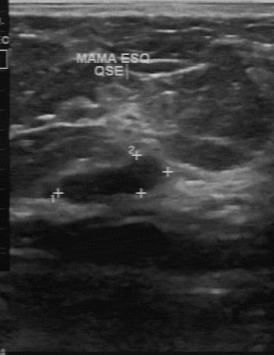
Modality: breast ultrasound.
This breast ultrasound shows a lesion with BI-RADS: 2.